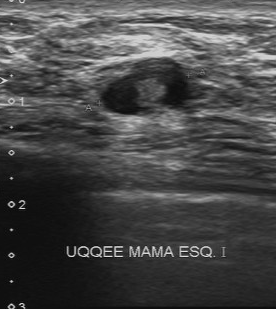
Modality: breast ultrasound.
Breast ultrasound findings:
- calcifications: none
- boundary: fairly clear
- contour: regular
- internal echoes: mixed cystic and solid